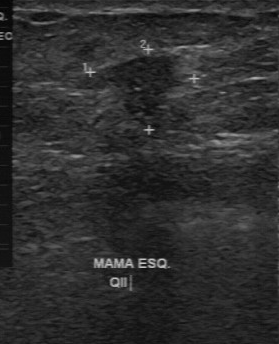
Modality: breast US.
Coordinates are pixels in the 279x344 image. Segment the finding: bounding box (105, 56) to (184, 123).